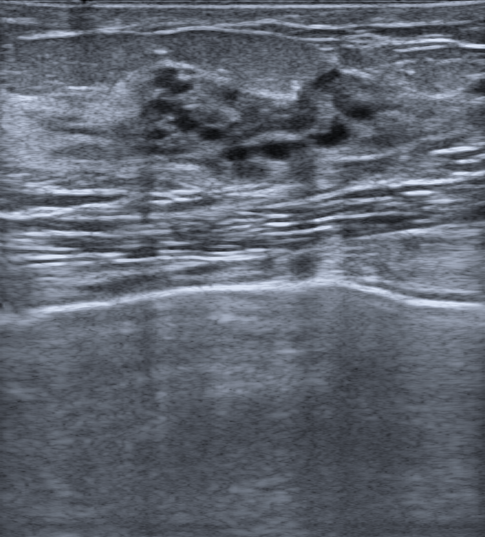
Modality: breast ultrasound.
An oval, complex cystic and solid breast lesion with circumscribed margins is seen. There are no posterior acoustic features. No echogenic halo is seen. The breast lesion is categorized as BI-RADS 4A; on biopsy or follow-up it was benign. Biopsy result: Complex sclerosing lesion.